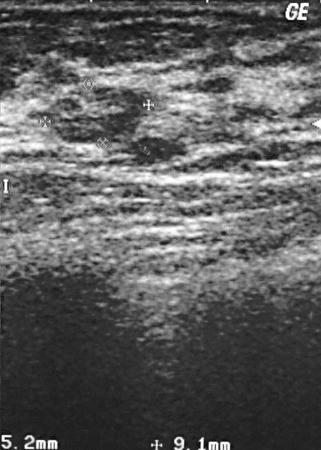
Imaging: breast US.
Outcome on biopsy or follow-up: benign.